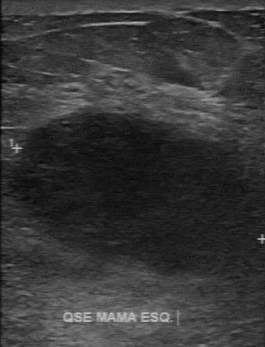
Modality: breast sonogram.
The lesion was assessed as BI-RADS 4 by the original reader. Descriptors from an independent second read (not the reader who assigned the category): The lesion is hypoechoic. Boundary: fairly clear. There are no calcifications. The lesion has a regular margin. The biopsy result was invasive ductal carcinoma; the lesion is malignant.